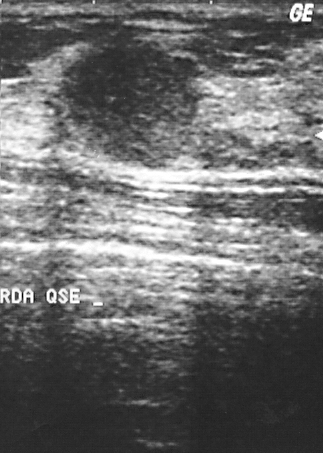
Breast ultrasound.
This breast ultrasound shows a finding with histopathology: invasive ductal carcinoma, BI-RADS: 2.